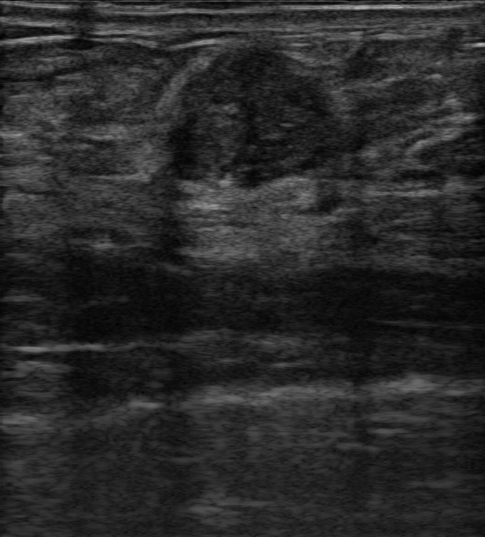
Imaging: breast sonogram. Background echotexture is homogeneous: fibroglandular.
Coordinates are pixels in the 485x537 image. Segment the finding: bounding box 160 44 337 193. The finding is benign on biopsy or follow-up.